Acquired on Toshiba Aplio 300 @12-14 MHz. Breast ultrasound.
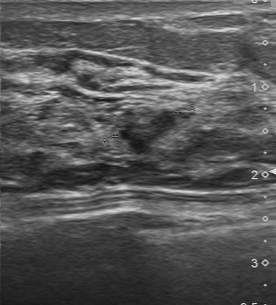
This breast ultrasound shows a lesion with calcifications: absent, somewhat unclear boundary, slightly hypoechoic echo pattern, partially regular lesion margin.